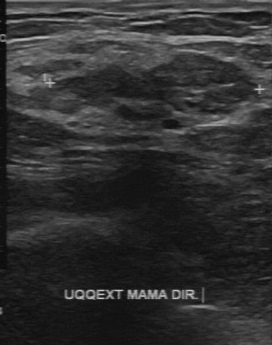
Modality: breast sonogram. Acquired on GE Logiq 7 @10-14MHz.
- lesion boundary: fairly clear
- lesion margin: partially regular
- independent BI-RADS assessment: 3
- outcome on biopsy or follow-up: benign
- calcifications: absent
- pathology: fibroadenoma
- echogenicity: slightly hypoechoic
- original BI-RADS: 4